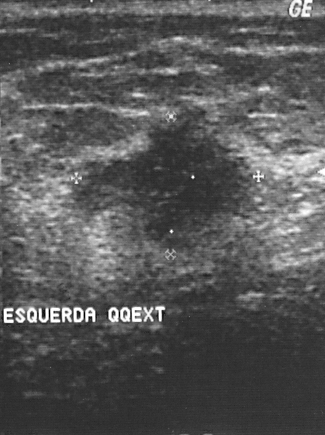
Imaging: B-mode breast ultrasound.
The biopsy result was invasive ductal carcinoma. The breast lesion is malignant on biopsy or follow-up. BI-RADS category 4.